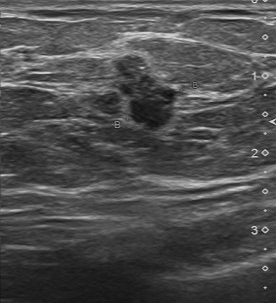
Imaging: breast ultrasound. Acquired on Toshiba Aplio 300 @12-14 MHz.
Outcome on biopsy or follow-up: malignant. BI-RADS assessment: 4.